B-mode breast ultrasound.
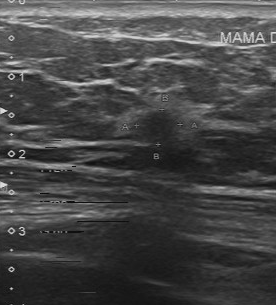
Outcome on biopsy or follow-up: malignant. Echo pattern: slightly hypoechoic. The BI-RADS (first reader) is 4. Boundary: somewhat unclear. BI-RADS (second read): 4A.